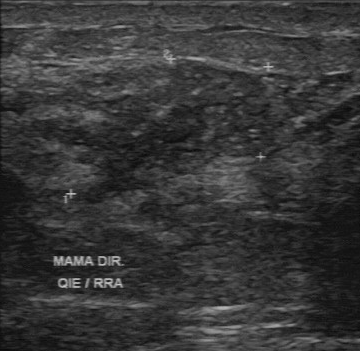
Breast ultrasound image.
Breast ultrasound image findings:
- echo pattern: slightly hypoechoic
- margin: irregular
- calcifications: multiple clustered microcalcifications
- lesion boundary: unclear